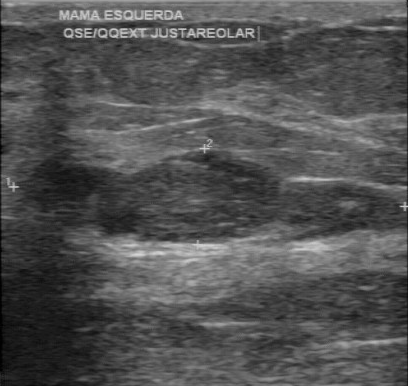
Modality: breast ultrasound scan.
The biopsy or follow-up result is benign. BI-RADS is 3.